Imaging: breast ultrasound.
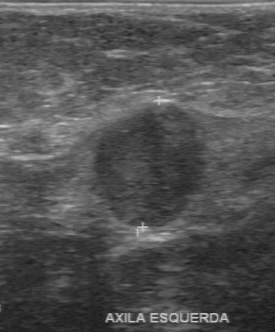
The mass is located within the bounding box (91, 104) to (209, 228). The mass is malignant on biopsy or follow-up. BI-RADS 4.